Imaging: breast ultrasound scan.
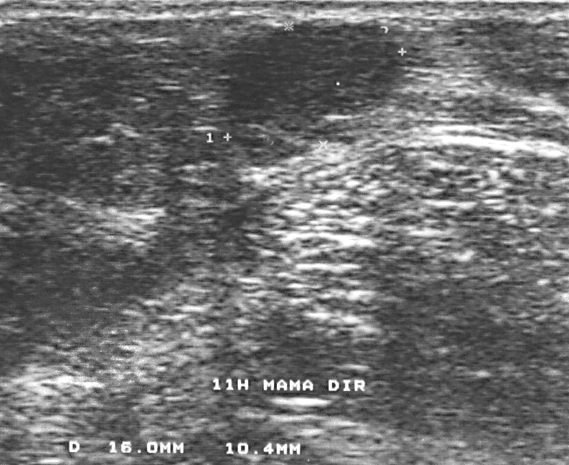
This breast ultrasound scan shows a lesion. Assessment: BI-RADS 3. Pathology confirmed benign fibroadenoma.